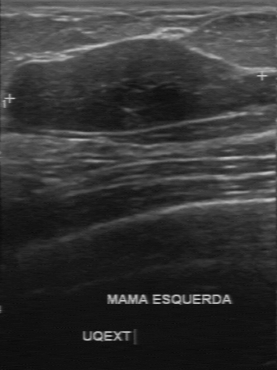
Breast ultrasound scan.
A breast lesion is seen with independent BI-RADS assessment: 3, calcifications: absent, hypoechoic internal echoes, original BI-RADS: 2, clear lesion boundary, regular lesion margin.